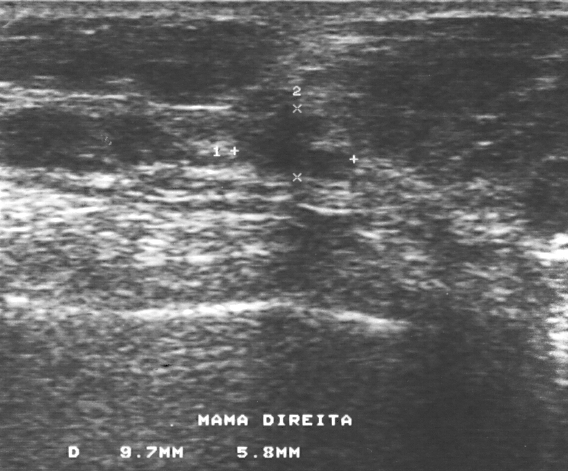
Modality: breast ultrasound scan.
Histopathology is invasive ductal carcinoma. BI-RADS: 4. Confirmed outcome (biopsy or follow-up) is malignant.